Imaging: breast US.
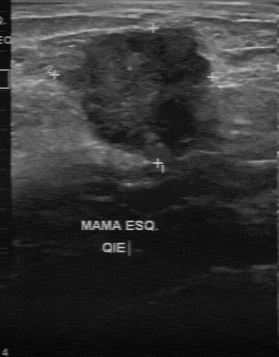
Breast US findings:
- biopsy or follow-up result: malignant
- lesion margin: irregular
- calcifications: suspected
- internal echoes: slightly hypoechoic
- lesion boundary: unclear